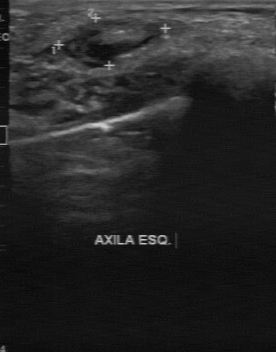
Acquired on GE Logiq 7 @10-14MHz. Breast sonogram.
The original reader assigned BI-RADS 2. On a second read by an independent reader: Echo pattern: heterogeneous. Calcifications: none. The lesion boundary is clear. The lesion has a regular margin. The biopsy result was lymph node; the lesion is benign.